Modality: B-mode breast ultrasound.
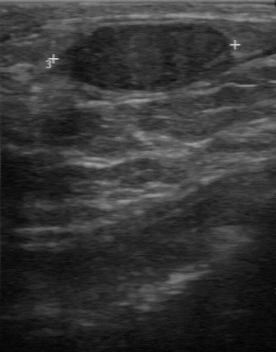
A finding is seen with calcifications: none, histopathology: fibroadenoma, second-reader BI-RADS: 3, outcome on biopsy or follow-up: benign, hypoechoic echo pattern, original BI-RADS: 2.